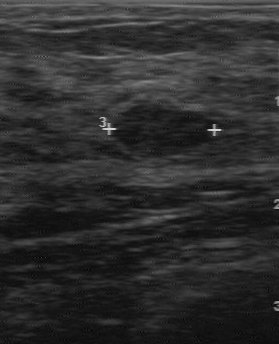
Breast US. Scanner: GE Logiq 7 @10-14MHz.
Biopsy or follow-up result: benign. (BI-RADS category 3.)